Acquired on GE Logiq 5 @10-12MHz. Breast ultrasound image.
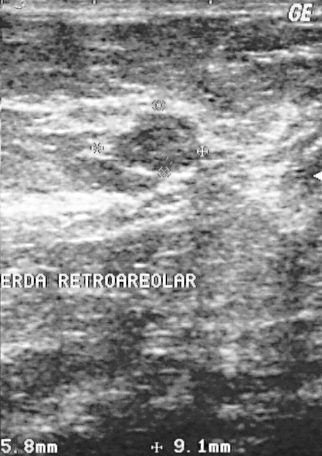
Coordinates are pixels in the 322x456 image. Segment the finding: bounding box top-left (112, 115), bottom-right (199, 171). The finding is benign on biopsy or follow-up. BI-RADS 3.